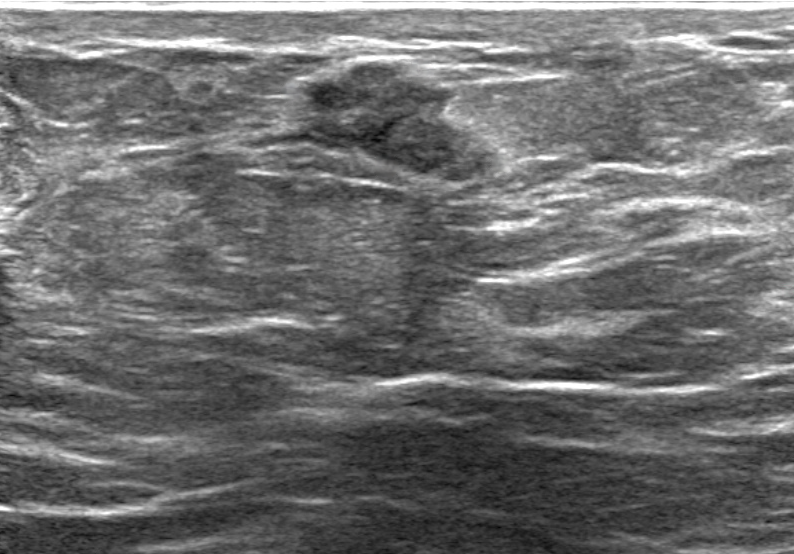
Imaging: breast ultrasound scan.
The mass is irregular and heterogeneous; its margin is circumscribed. There are no posterior features. There is no echogenic halo. BI-RADS 4B; outcome on biopsy or follow-up: benign. Radiologist's impression: Suspicion of malignancy; Dysplasia; Fibroadenoma. Biopsy confirmed benign mammary dysplasia.